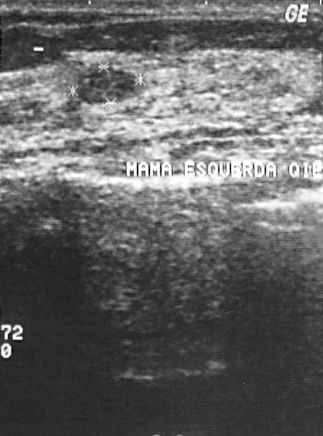
Imaging: B-mode breast ultrasound.
Outcome on biopsy or follow-up: benign. (BI-RADS category 2.)